Breast ultrasound image.
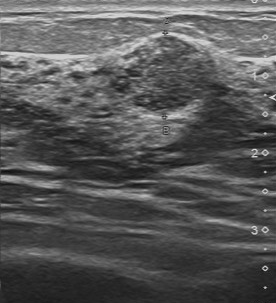
BI-RADS 4 in the original read; on a second read the margin is regular, the boundary fairly clear and the mass heterogeneous. Calcifications: multiple calcifications. Pathology confirmed benign fibroadenoma.